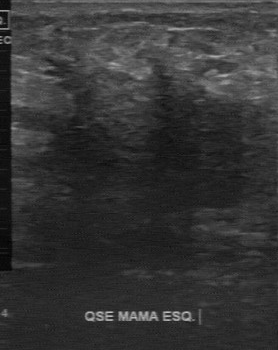
Breast ultrasound scan.
The lesion was categorized BI-RADS 5 in the original read. The following findings are from a second reader, independent of the original assessment. Internally the lesion is slightly hypoechoic. The margin is irregular. Boundary: unclear. Calcifications: none. Histopathology: invasive ductal carcinoma (malignant).